Breast US.
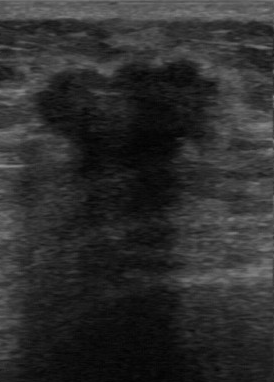
Lesion margin: irregular. Calcifications are absent. Lesion boundary is unclear. Internal echoes are hypoechoic.